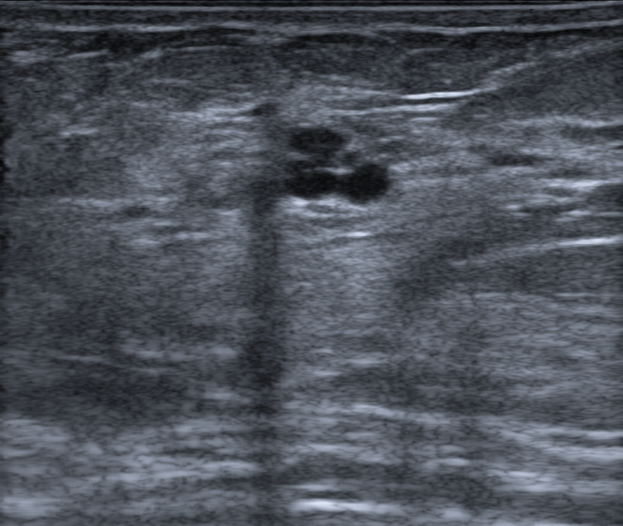
Patient age: 35. Modality: breast ultrasound scan.
The mass is oval and anechoic; its margin is circumscribed. There are no posterior acoustic features. Echogenic halo: absent. Calcifications: none. BI-RADS assessment: 3; biopsy or follow-up result: benign.